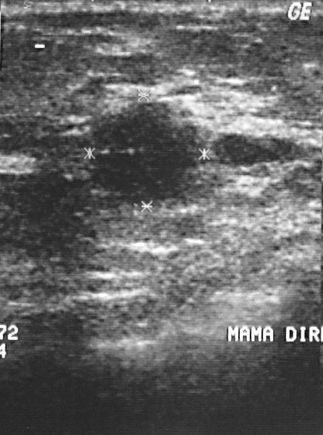
B-mode breast ultrasound.
Outcome on biopsy or follow-up: malignant.
BI-RADS category 4.
Biopsy showed invasive ductal carcinoma, a malignant finding.